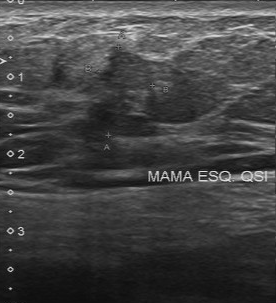
Acquired on Toshiba Aplio 300 @12-14 MHz. Modality: breast US.
The original reader assigned BI-RADS 5. A second reader, independent of the original assessment, describes a slightly hypoechoic mass with a partially regular margin; the boundary is somewhat unclear. Calcifications: none. Histopathology: invasive ductal carcinoma (malignant).